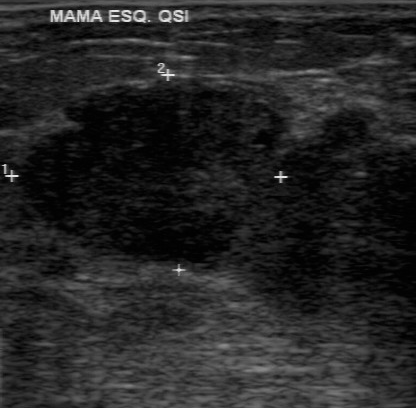
Breast ultrasound image.
The mass was categorized BI-RADS 3 in the original read. Findings on the second read (an independent reader): a hypoechoic mass, margin regular, boundary fairly clear. No calcifications are seen. Histopathology: phyllodes tumor (malignant).